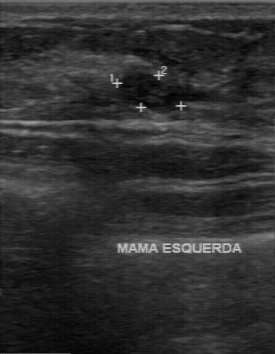
Modality: breast ultrasound scan. Acquired on GE Logiq 7 @10-14MHz.
BI-RADS 4 in the original read. The following findings are from a second reader, independent of the original assessment. Its boundary is clear. Calcifications: none. The mass is hypoechoic. The margin is regular. Biopsy showed sclerosing adenosis, a benign finding.